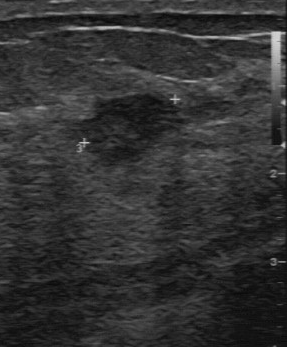
Breast sonogram. Acquired on GE Logiq 7 @10-14MHz.
Boundary: fairly clear. Calcifications are absent. Contour: partially regular. Histopathology is intraductal papilloma. The outcome on biopsy or follow-up is benign. Echo pattern: slightly hypoechoic.